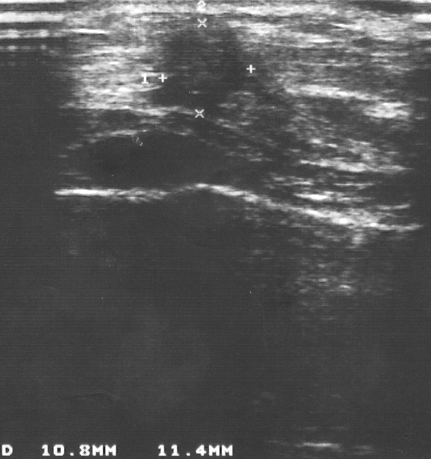
Breast ultrasound scan.
Outcome on biopsy or follow-up: malignant. BI-RADS 4.